Imaging: breast ultrasound scan.
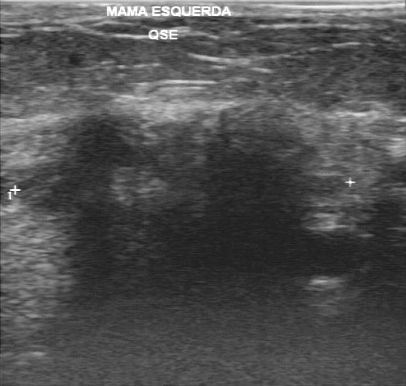
Coordinates are pixels in the 406x386 image. Lesion region of interest: [17, 104, 350, 314]. The finding is malignant on biopsy or follow-up. BI-RADS 5.